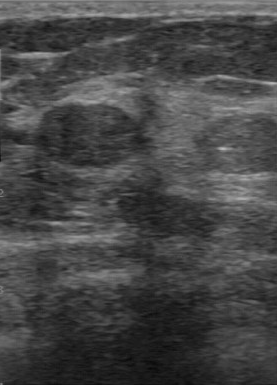
Imaging: breast US.
Second-reader BI-RADS: 3. Lesion margin: regular. Outcome on biopsy or follow-up: benign. Internal echoes: hypoechoic. Calcifications: none. Original BI-RADS: 2. Boundary: clear.